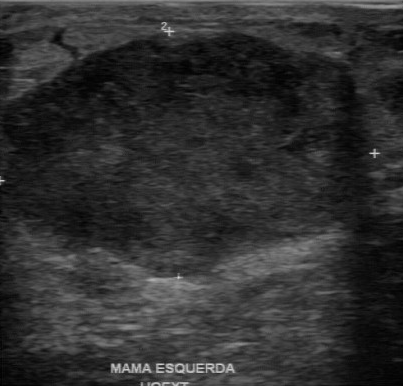
Breast US.
Coordinates are pixels in the 403x386 image. Segment the finding: bounding box x1=6, y1=33, x2=370, y2=279.